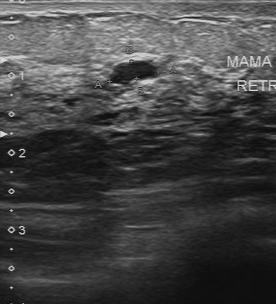
B-mode breast ultrasound.
Coordinates are pixels in the 276x304 image. The finding occupies approximately 110 61 156 83. BI-RADS 2.